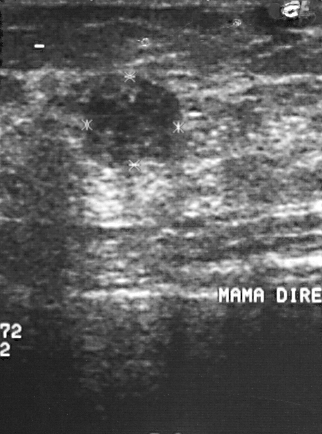
Acquired on GE Logiq 5 @10-12MHz. Modality: breast ultrasound image.
BI-RADS assessment: 4. Outcome on biopsy or follow-up: malignant. Histopathology: invasive ductal carcinoma.